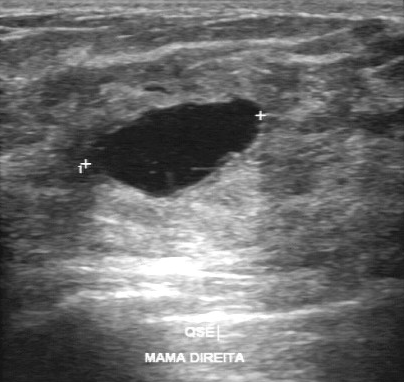
Imaging: B-mode breast ultrasound.
FINDINGS: BI-RADS assessment: 2. Biopsy result: cyst.
OUTCOME ON BIOPSY OR FOLLOW-UP: benign.